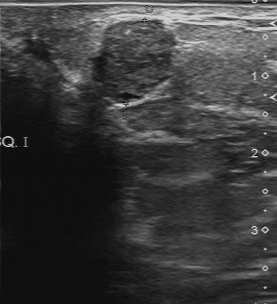
Imaging: B-mode breast ultrasound.
Biopsy or follow-up result: benign.